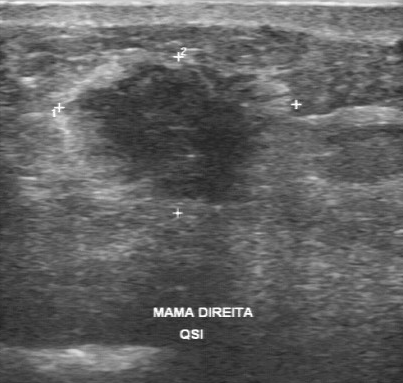
Imaging: breast US.
BI-RADS 5 in the original read. Findings on the second read (an independent reader): a hypoechoic lesion, margin irregular, boundary unclear. There are no calcifications. Biopsy showed invasive lobular carcinoma, a malignant finding.